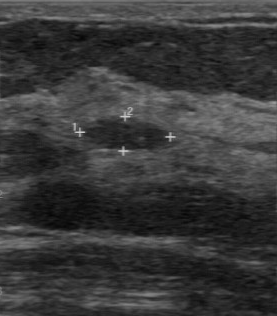
Modality: breast ultrasound image.
FINDINGS: Pathology: fibroadenoma. BI-RADS assessment: 2.
OUTCOME ON BIOPSY OR FOLLOW-UP: benign.